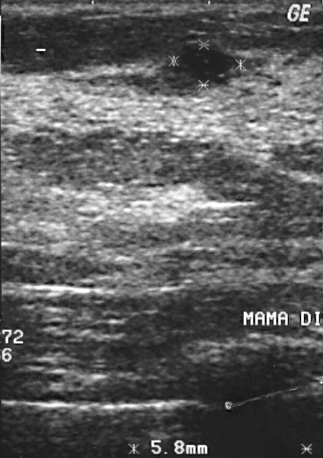
B-mode breast ultrasound.
A breast lesion is seen. Assessment: BI-RADS 2. Pathology confirmed benign cyst.